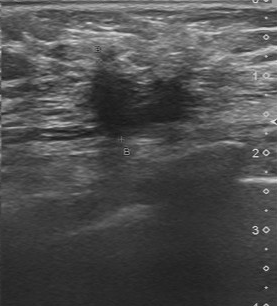
Scanner: Toshiba Aplio 300 @12-14 MHz. Imaging: breast US.
The original reader assigned BI-RADS 4. A second reader, independent of the original assessment, describes a hypoechoic mass with an irregular margin; the boundary is unclear. Calcifications: none. The biopsy result was invasive lobular carcinoma; the mass is malignant.